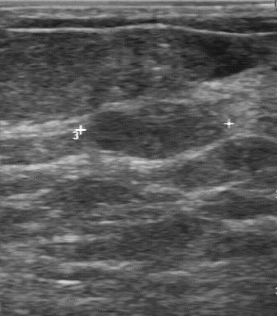
Imaging: breast ultrasound scan.
The original reader assigned BI-RADS 3.
On a second read by an independent reader:
The margin is regular.
Internally the lesion is hypoechoic.
The lesion boundary is clear.
Calcifications: none.
Histopathology: fibroadenoma (benign).